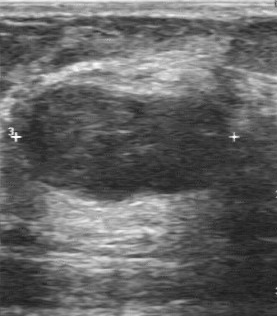
Breast sonogram. Acquired on GE Logiq 7 @10-14MHz.
Coordinates are pixels in the 277x316 image. Lesion region of interest: 22 84 232 201.